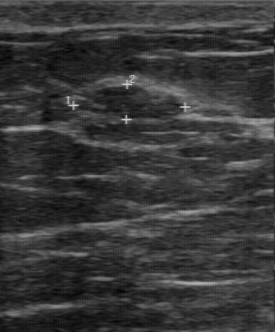
Imaging: breast ultrasound scan. Acquired on GE Logiq 7 @10-14MHz.
Finding: mass, benign on biopsy or follow-up. BI-RADS 3.